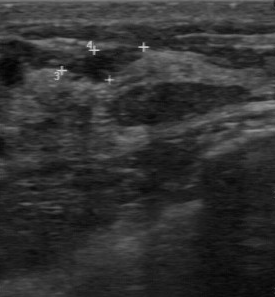
Modality: breast sonogram.
A lesion is seen with independent BI-RADS assessment: 2.